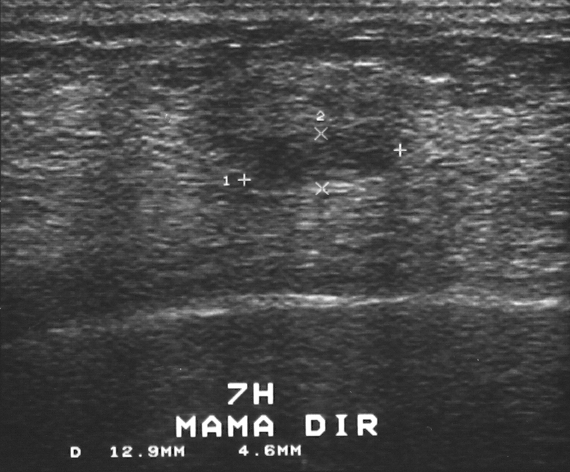
Imaging: breast ultrasound scan. Acquired on GE Logiq 5 @10-12MHz.
Biopsy or follow-up result: benign. BI-RADS assessment is 3.